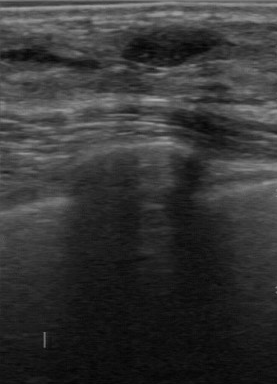
Modality: breast ultrasound.
Outcome on biopsy or follow-up: benign. (BI-RADS category 2.)